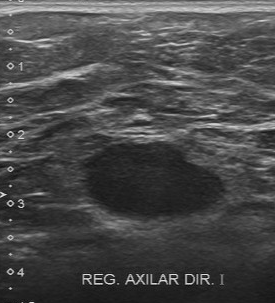
Imaging: B-mode breast ultrasound.
Biopsy or follow-up result: malignant. BI-RADS 4.